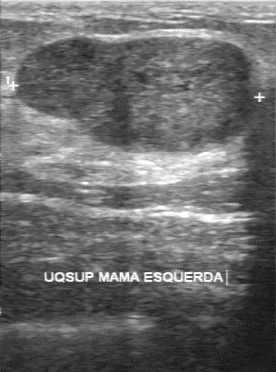
Modality: breast sonogram.
Finding: lesion, benign on biopsy or follow-up. (BI-RADS category 4.)